Imaging: breast US.
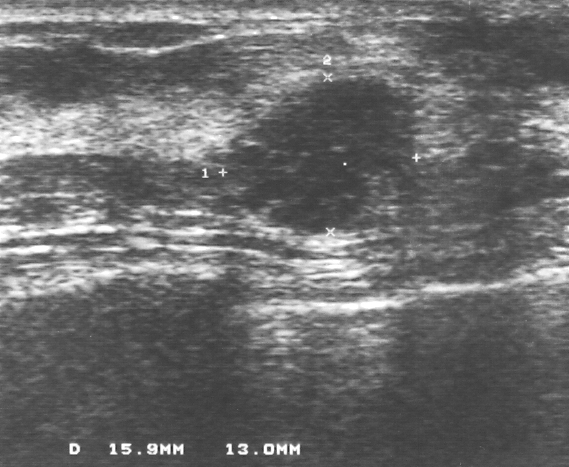
BI-RADS category 4. Histopathology: invasive ductal carcinoma. The lesion is malignant on biopsy or follow-up.